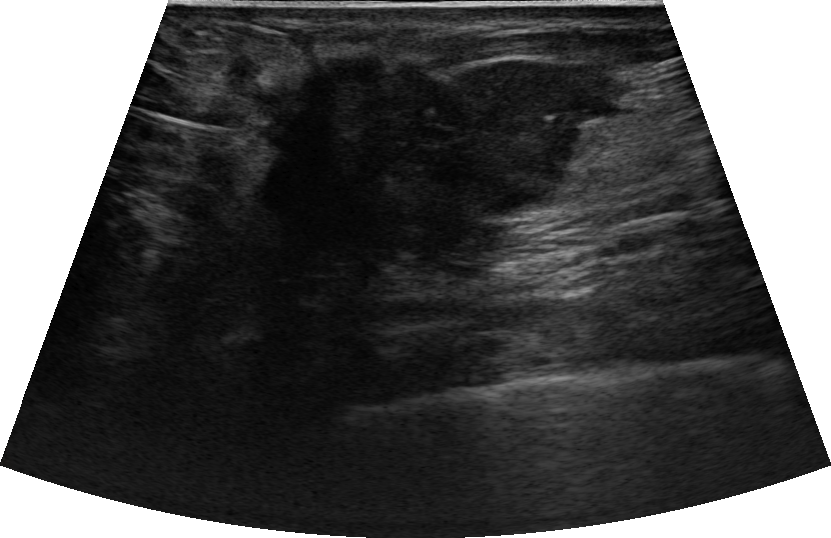
69-year-old patient. Modality: breast ultrasound.
Biopsy or follow-up result: malignant.